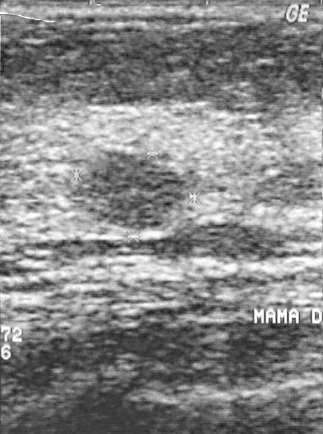
Imaging: breast ultrasound scan.
Biopsy showed cyst. BI-RADS category 2. Outcome on biopsy or follow-up: benign.